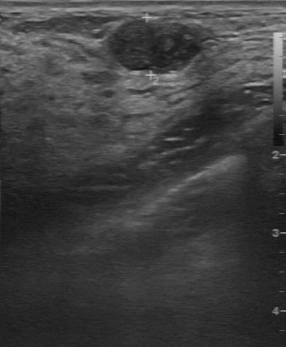
Modality: breast US.
- internal echoes: slightly hypoechoic
- contour: regular
- lesion boundary: clear
- calcifications: absent